Imaging: breast ultrasound image.
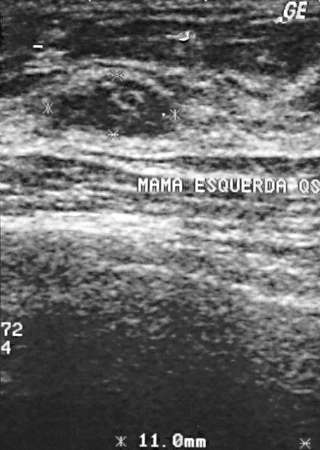
Lesion characteristics:
- BI-RADS assessment: 2